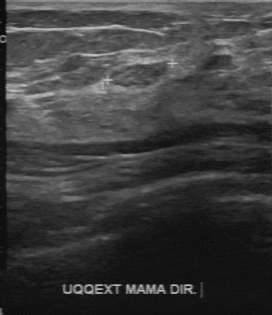
Scanner: GE Logiq 7 @10-14MHz. Imaging: breast sonogram.
(coordinates in a 272x315 pixel frame) The mass occupies approximately 112 65 159 87. The mass is benign on biopsy or follow-up.